Modality: B-mode breast ultrasound. Acquired on GE Logiq 5 @10-12MHz.
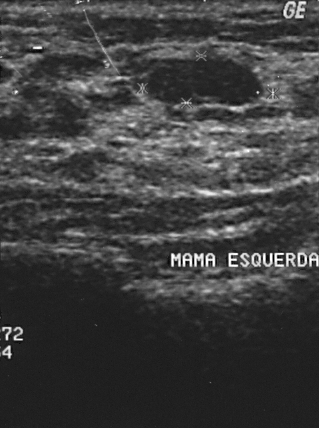
Biopsy or follow-up result: benign.